Modality: breast ultrasound image.
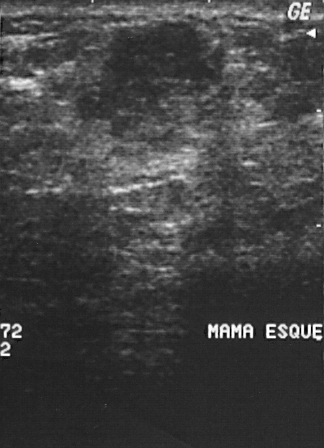
This breast ultrasound image shows a finding. BI-RADS category 4. Histopathology: invasive ductal carcinoma (malignant).